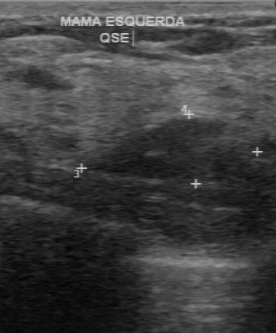
Scanner: GE Logiq 7 @10-14MHz. Breast ultrasound image.
A mass is seen with hypoechoic echo pattern, calcifications: absent, regular margin, clear lesion boundary.